Modality: breast ultrasound.
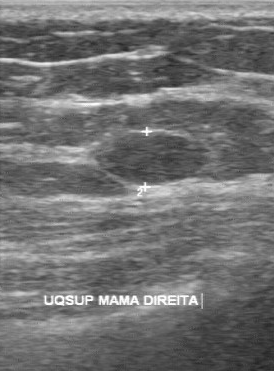
Breast ultrasound findings:
- BI-RADS: 3
- histopathology: fibroadenoma